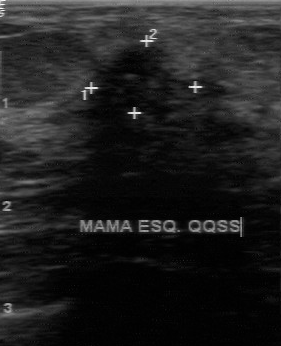
Imaging: breast US.
The echo pattern is heterogeneous. The outcome on biopsy or follow-up is malignant. Histopathology is invasive ductal carcinoma. Calcifications are microcalcifications. The lesion boundary is unclear. Lesion margin is irregular.